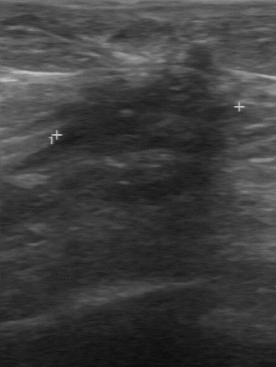
Breast sonogram.
Pixel coordinates (x1, y1, x2, y2): Segment the lesion: bounding box [12, 44, 241, 209].